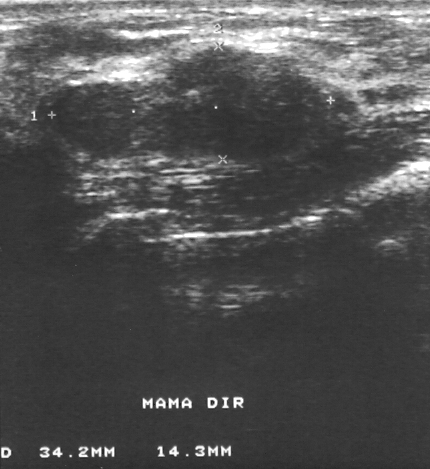
Modality: breast ultrasound scan.
BI-RADS category 3.
Histopathology: fibroadenoma (benign).